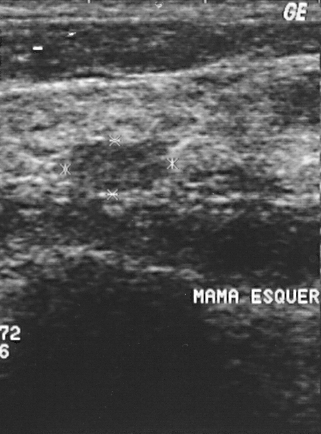
Breast ultrasound image.
This breast ultrasound image shows a mass. BI-RADS category 2. Pathology confirmed benign fibroadenoma.